Modality: breast ultrasound scan.
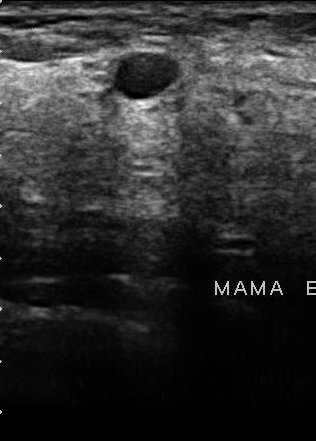
BI-RADS: 2. Pathology: fibroadenoma. Outcome on biopsy or follow-up: benign.
OUTCOME ON BIOPSY OR FOLLOW-UP: benign.